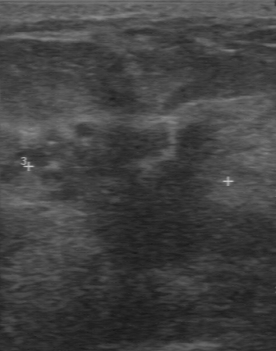
Modality: breast ultrasound. Acquired on GE Logiq 7 @10-14MHz.
The finding was categorized BI-RADS 5 in the original read. On a second read by an independent reader: Internally the finding is hypoechoic. Its boundary is unclear. Calcifications: multiple calcifications. Margin: irregular. Histopathology: invasive ductal carcinoma (malignant).